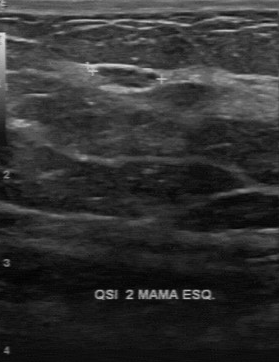
Scanner: GE Logiq 7 @10-14MHz. Modality: breast ultrasound.
The breast lesion was categorized BI-RADS 4 in the original read. A second reader, independent of the original assessment, describes a slightly hypoechoic breast lesion with a regular margin; the boundary is clear. Pathology confirmed benign sclerosing adenosis.